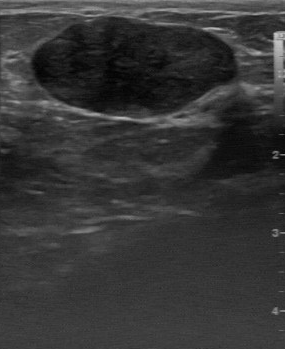
Breast sonogram. Acquired on GE Logiq 7 @10-14MHz.
Original-read BI-RADS category: 2.
On a second read by an independent reader:
The margin is regular.
The lesion boundary is clear.
Internally the mass is hypoechoic.
There are no calcifications.
Biopsy showed fibroadenoma, a benign finding.